Imaging: breast ultrasound scan.
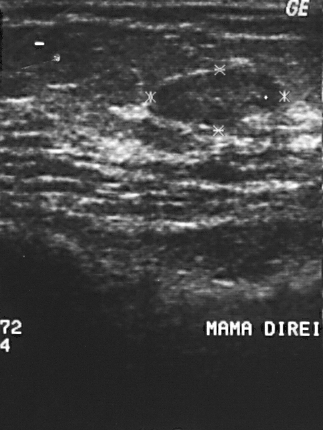
Finding: lesion, benign on biopsy or follow-up. (BI-RADS category 2.)